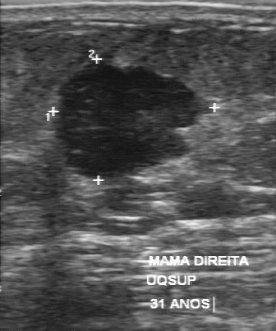
Breast sonogram.
- pathology: invasive ductal carcinoma
- original BI-RADS: 4
- independent BI-RADS assessment: 4A